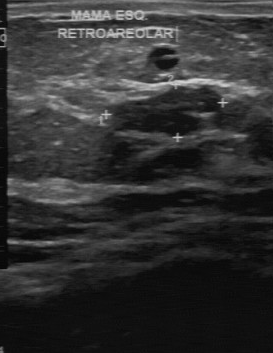
Imaging: breast ultrasound.
- lesion boundary: fairly clear
- BI-RADS (second read): 3
- lesion margin: partially regular
- confirmed outcome (biopsy or follow-up): benign
- internal echoes: hypoechoic